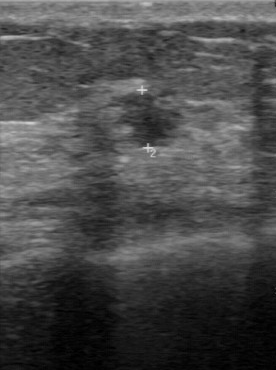
Breast ultrasound scan.
Finding bounding box: top-left (116, 92), bottom-right (182, 147). The finding is benign on biopsy or follow-up.